Scanner: GE Logiq 5 @10-12MHz. Breast ultrasound image.
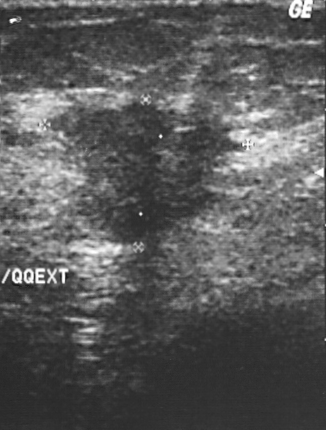
A finding is seen. BI-RADS category 4. Histopathology: invasive ductal carcinoma (malignant).